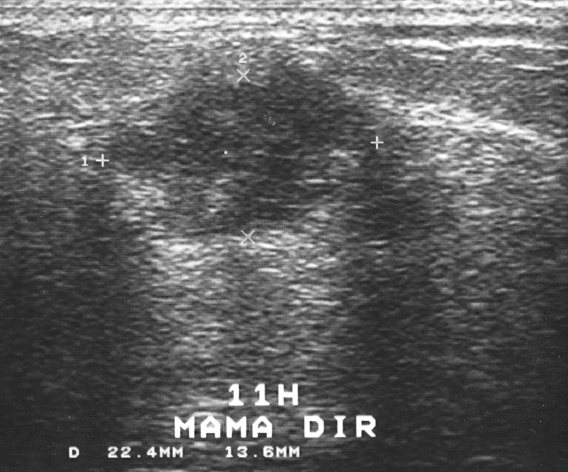
Modality: breast ultrasound image.
Biopsy result: invasive ductal carcinoma. Outcome on biopsy or follow-up: malignant. BI-RADS assessment: 5.
OUTCOME ON BIOPSY OR FOLLOW-UP: malignant.